Imaging: breast ultrasound image.
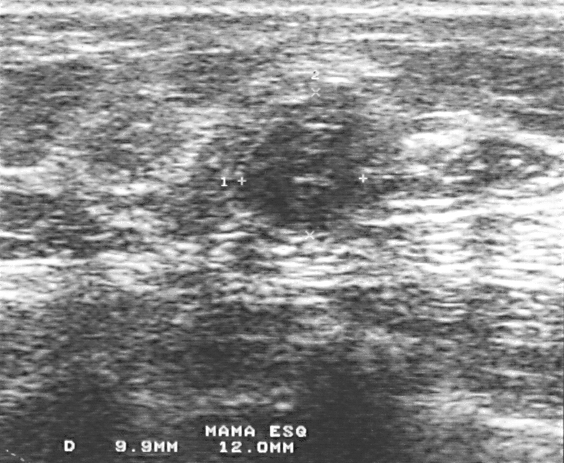
A finding is seen. It was assessed as BI-RADS 4. The biopsy result was fibroadenoma; the finding is benign.